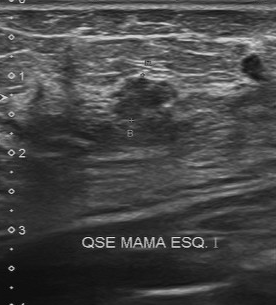
Modality: breast ultrasound image.
The mass was assessed as BI-RADS 4 by the original reader.
On a second read by an independent reader:
The lesion boundary is somewhat unclear.
Internally the mass is slightly hypoechoic.
No calcifications are seen.
Margin: partially regular.
The biopsy result was fibroadenoma; the mass is benign.